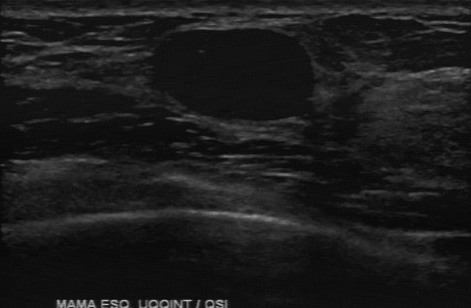
Scanner: GE Logiq 7 @10-14MHz. Modality: breast ultrasound image.
BI-RADS category: 2.
OUTCOME ON BIOPSY OR FOLLOW-UP: benign.